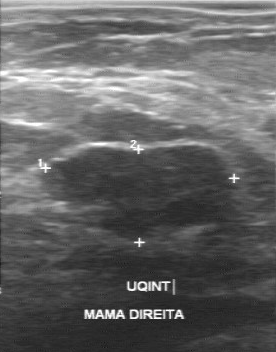
Breast ultrasound image. Acquired on GE Logiq 7 @10-14MHz.
Lesion boundary: clear. Independent BI-RADS assessment: 3. Contour: regular.
OUTCOME ON BIOPSY OR FOLLOW-UP: benign.